B-mode breast ultrasound.
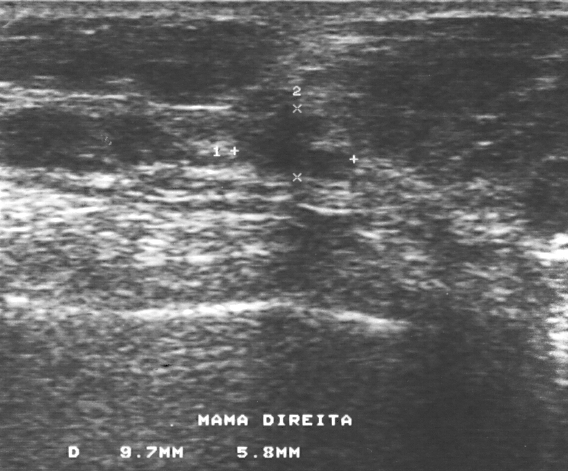
Outcome on biopsy or follow-up: malignant. BI-RADS 4.